Breast ultrasound.
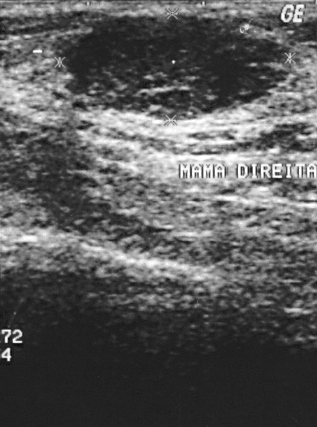
A breast lesion is present on this breast ultrasound. It was assessed as BI-RADS 2. Biopsy showed fibroadenoma, a benign finding.